Modality: breast ultrasound image.
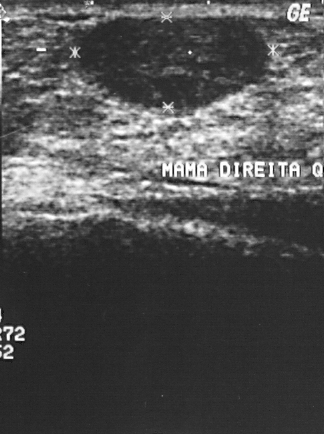
This breast ultrasound image shows a mass, benign on biopsy or follow-up. (BI-RADS category 2.)